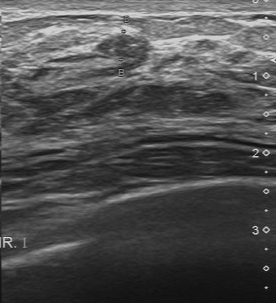
Imaging: breast sonogram.
BI-RADS: 3.